Breast sonogram.
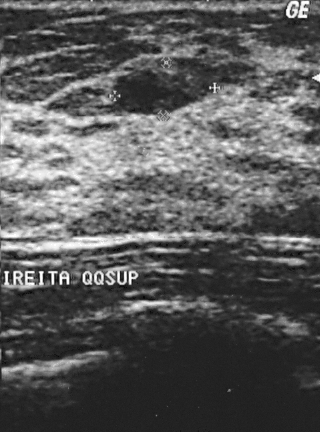
The BI-RADS is 2. The biopsy or follow-up result is benign.